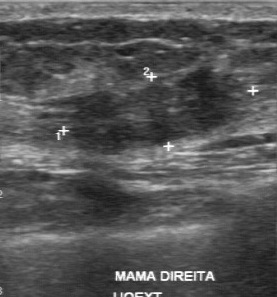
Imaging: breast ultrasound image. Acquired on GE Logiq 7 @10-14MHz.
Breast ultrasound image findings:
- BI-RADS: 4
- biopsy or follow-up result: benign